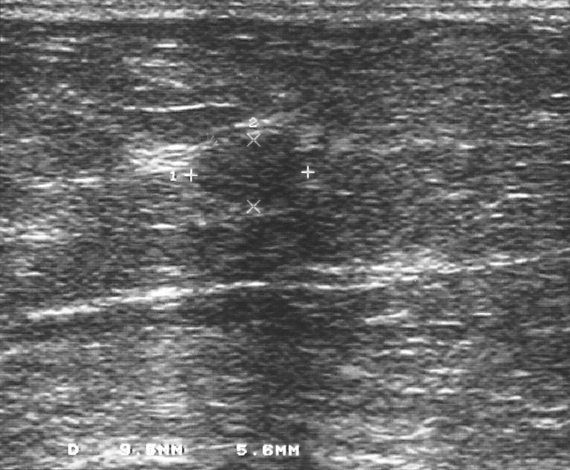
Breast ultrasound.
Biopsy or follow-up result: benign. (BI-RADS category 3.)